Imaging: breast ultrasound image.
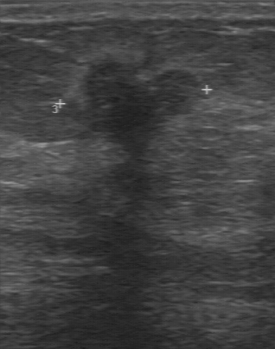
Original-read BI-RADS category: 4.
On a second read by an independent reader:
The breast lesion has an irregular margin.
The lesion boundary is unclear.
Internally the breast lesion is hypoechoic.
Calcifications: none.
Biopsy showed invasive ductal carcinoma, a malignant finding.